Breast ultrasound scan.
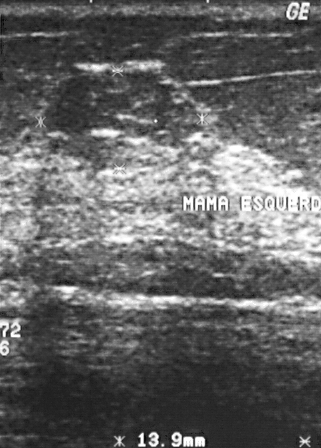
The mass is assessed as BI-RADS 3.
Histopathology: lipoma (benign).
The mass is benign on biopsy or follow-up.